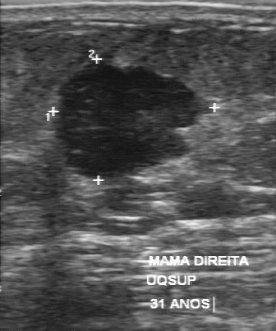
Breast sonogram.
Calcifications: absent. Boundary: somewhat unclear. Contour: partially regular. Echogenicity: hypoechoic.
OUTCOME ON BIOPSY OR FOLLOW-UP: malignant.